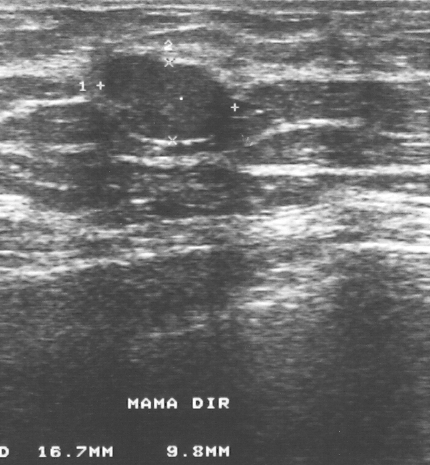
Imaging: breast ultrasound.
Coordinates are pixels in the 430x465 image. The breast lesion occupies approximately (102,57)-(229,140).